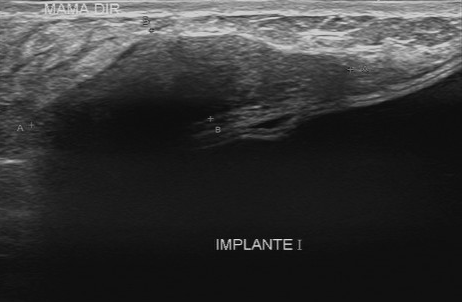
Breast ultrasound image.
Margin: regular. Boundary: fairly clear. Echogenicity: hypoechoic. Calcifications: none. Outcome on biopsy or follow-up: benign.
OUTCOME ON BIOPSY OR FOLLOW-UP: benign.